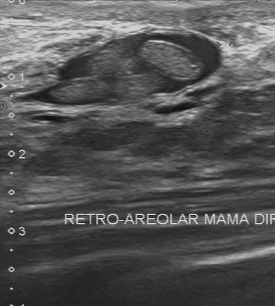
Modality: breast ultrasound image.
Coordinates are pixels in the 275x306 image. Segment the lesion: bounding box (38, 31) to (221, 105).